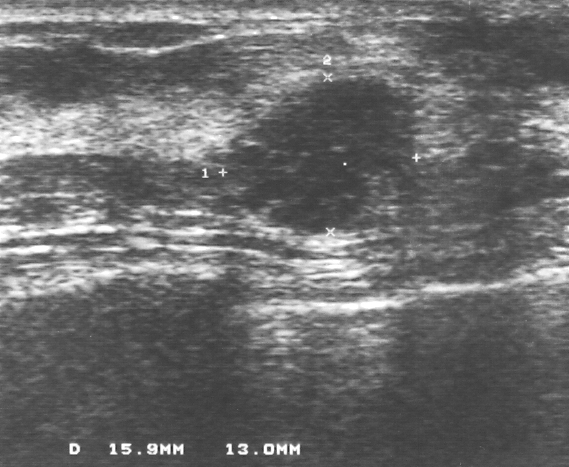
Breast sonogram.
Lesion characteristics:
- outcome on biopsy or follow-up: malignant
- BI-RADS assessment: 4
- histopathology: invasive ductal carcinoma